Modality: breast US.
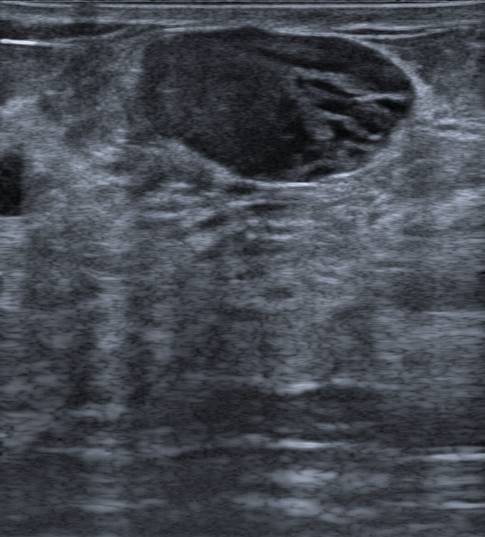
A mass is seen with confirmed outcome (biopsy or follow-up): benign, circumscribed lesion margin, oval lesion shape, calcifications: none, BI-RADS category: 4A, skin thickening: absent, heterogeneous echo pattern, echogenic halo: none, histopathology: Fibroadenoma, radiologist impression: Fibroadenoma.